Imaging: breast US.
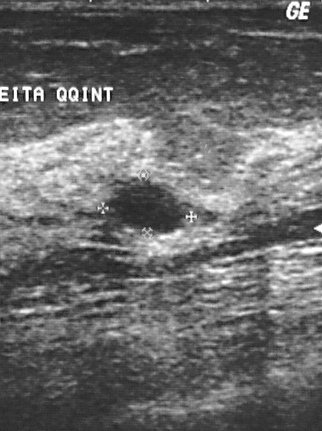
The breast lesion is located within the bounding box x1=114, y1=181, x2=183, y2=232. BI-RADS 2.